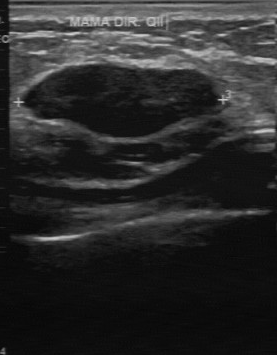
Modality: breast ultrasound scan. Acquired on GE Logiq 7 @10-14MHz.
BI-RADS 3 in the original read; on a second read the margin is regular, the boundary clear and the breast lesion hypoechoic. Histopathology: fibroadenoma (benign).